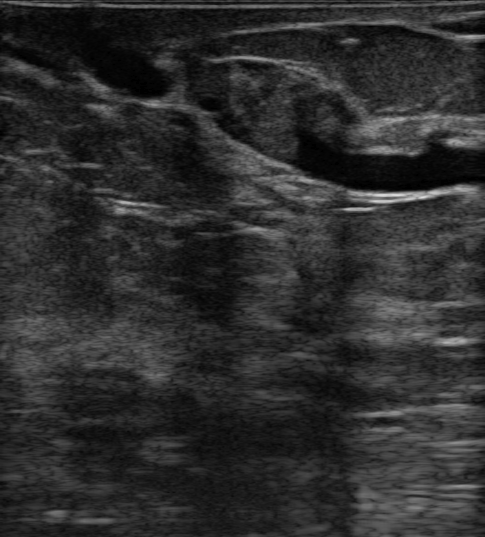
Breast ultrasound scan.
The breast lesion appears oval. Margins are circumscribed. Its echo pattern is hyperechoic. No posterior acoustic features are seen. There is no echogenic halo. There are no calcifications. There is no skin thickening. Biopsy confirmed intraductal papilloma. The breast lesion is assessed as BI-RADS 4A.